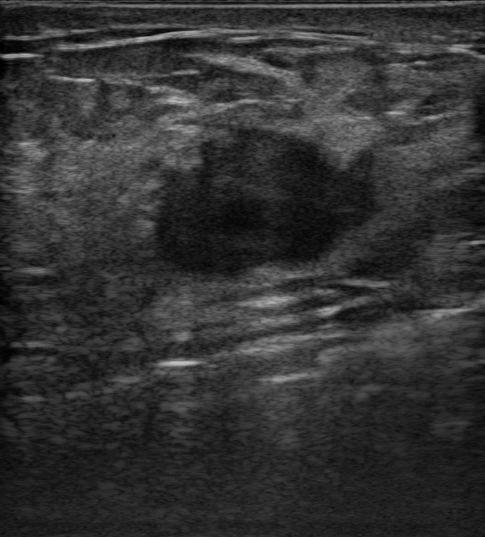
Background tissue composition: heterogeneous: predominantly fat. Modality: breast ultrasound image.
There is an irregular finding that is hypoechoic, with microlobulated margins. Posterior features: none. No echogenic halo is seen. BI-RADS 4C; outcome on biopsy or follow-up: malignant. Radiologic interpretation: Suspicion of malignancy. Biopsy confirmed invasive carcinoma of no special type (NST).